Modality: breast ultrasound scan.
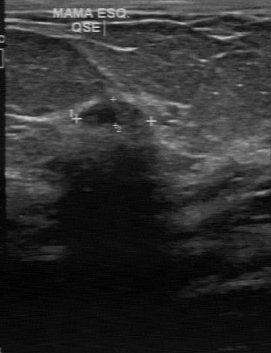
The breast lesion is benign on biopsy or follow-up. (BI-RADS category 2.)